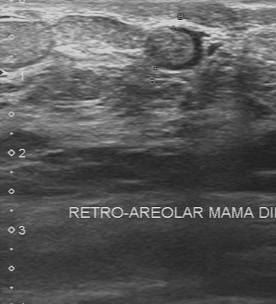
Modality: breast ultrasound. Scanner: Toshiba Aplio 300 @12-14 MHz.
Lesion characteristics:
- margin: regular
- lesion boundary: clear
- calcifications: none
- biopsy or follow-up result: benign
- echo pattern: isoechoic